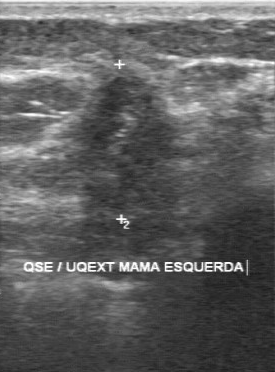
B-mode breast ultrasound.
BI-RADS 4 in the original read. On a second read by an independent reader: The breast lesion has an irregular margin. Boundary: unclear. Internally the breast lesion is slightly hypoechoic. Calcifications: suspected. Histopathology: invasive ductal carcinoma (malignant).